Modality: breast sonogram.
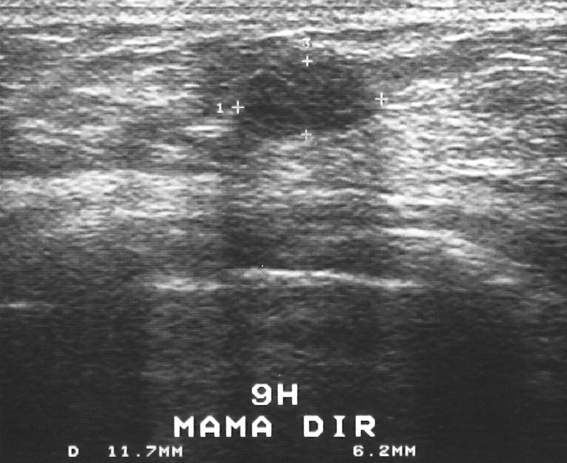
Pixel coordinates (x1, y1, x2, y2): The finding is located within the bounding box x1=240, y1=64, x2=379, y2=137. The finding is benign on biopsy or follow-up. BI-RADS 3.